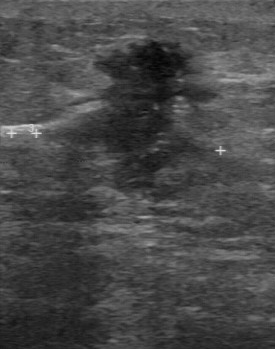
Modality: breast US.
FINDINGS: BI-RADS category: 5. Pathology: invasive ductal carcinoma.
OUTCOME ON BIOPSY OR FOLLOW-UP: malignant.